Acquired on GE Logiq 7 @10-14MHz. Imaging: breast ultrasound image.
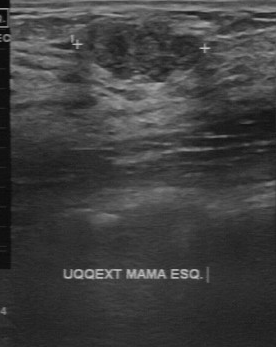
The original reader assigned BI-RADS 3. Descriptors from an independent second read (not the reader who assigned the category): The margin is partially regular. Boundary: fairly clear. Echo pattern: heterogeneous. No calcifications are seen. The biopsy result was cyst; the lesion is benign.